Acquired on GE Logiq 5 @10-12MHz. Modality: B-mode breast ultrasound.
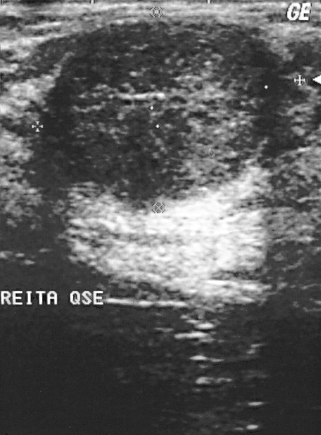
- confirmed outcome (biopsy or follow-up): benign
- BI-RADS: 2
- pathology: fibroadenoma